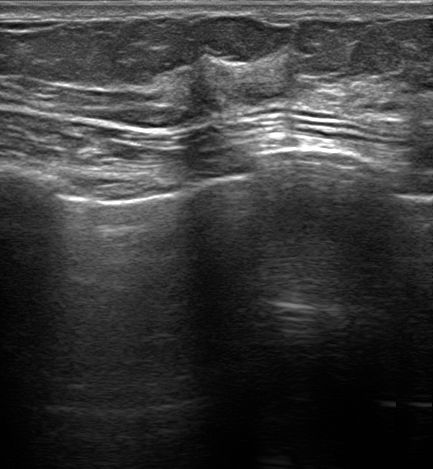
Imaging: breast ultrasound scan.
BI-RADS category 4C. Biopsy or follow-up result: malignant. Shape: irregular. The margin is not circumscribed (indistinct). Echogenicity: hypoechoic. Posterior shadowing is present. An echogenic halo is present. Calcifications: none. Skin thickening: none.